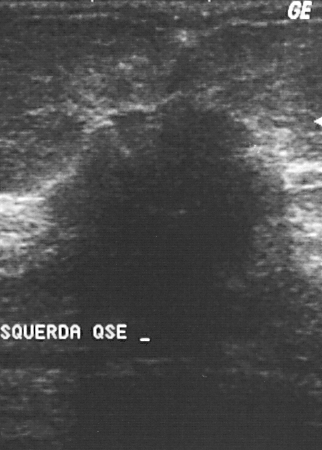
Acquired on GE Logiq 5 @10-12MHz. Imaging: breast ultrasound.
Segment the mass: bounding box (40,95)-(272,282). The mass is malignant on biopsy or follow-up.